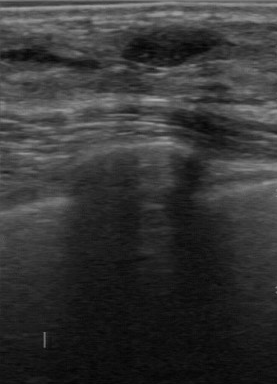
Modality: breast ultrasound image.
The lesion was assessed as BI-RADS 2 by the original reader. A second, independent read describes the lesion as follows. Internally the lesion is hypoechoic. Calcifications: none. Boundary: clear. Margin: regular. Biopsy showed fibroadenoma, a benign finding.